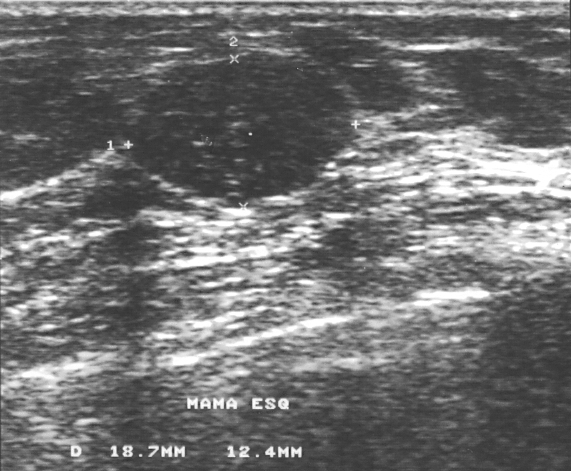
Modality: breast US.
Biopsy showed fibroadenoma, a benign finding.
The lesion is assessed as BI-RADS 3.